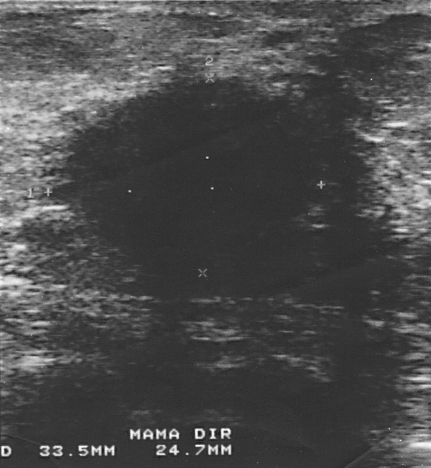
Imaging: breast sonogram. Acquired on GE Logiq 5 @10-12MHz.
A breast lesion is seen. BI-RADS category 4. Pathology confirmed malignant invasive ductal carcinoma.